Modality: breast ultrasound scan.
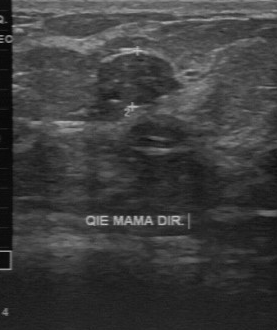
Breast lesion: benign on biopsy or follow-up. BI-RADS 3.